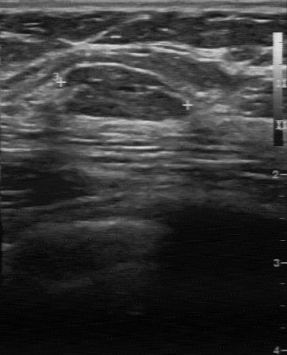
Modality: breast sonogram.
The finding was assessed as BI-RADS 2 by the original reader. A second reader, independent of the original assessment, describes a slightly hypoechoic finding with a partially regular margin; the boundary is clear. There are no calcifications. The biopsy result was fibroadenoma; the finding is benign.